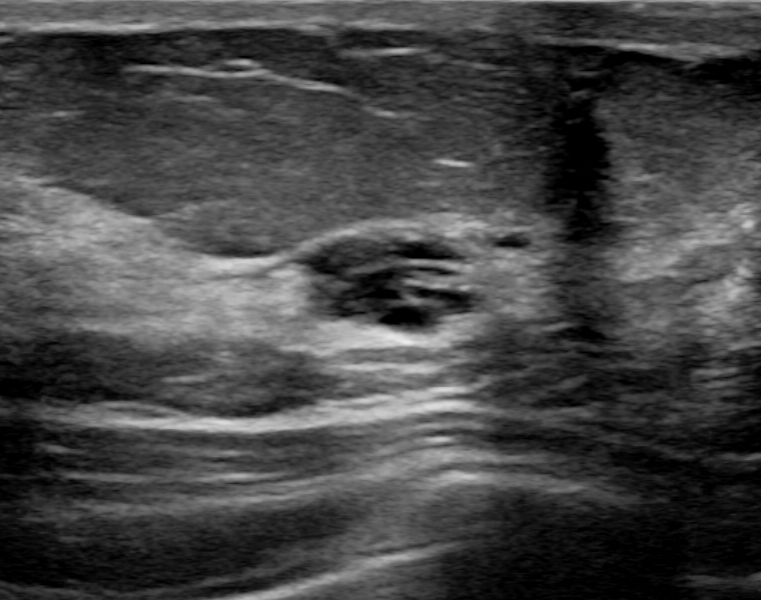
Imaging: B-mode breast ultrasound. Background tissue composition: heterogeneous: predominantly fat.
Pixel coordinates (x1, y1, x2, y2): Lesion region of interest: x1=310, y1=222, x2=483, y2=336. The finding is benign on biopsy or follow-up.